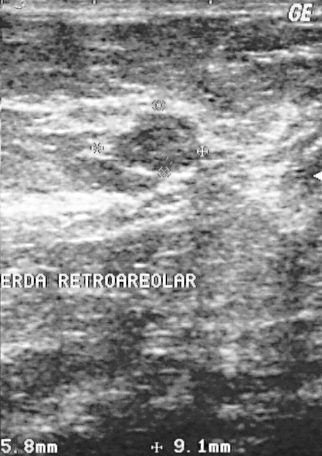
Modality: breast sonogram.
Pathology confirmed fibroadenoma. The mass is assessed as BI-RADS 3. Outcome on biopsy or follow-up: benign.